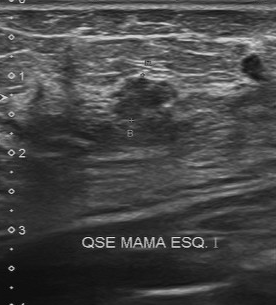
Breast US.
BI-RADS 4 in the original read; on a second read the margin is partially regular, the boundary somewhat unclear and the mass slightly hypoechoic. There are no calcifications. Biopsy showed fibroadenoma, a benign finding.